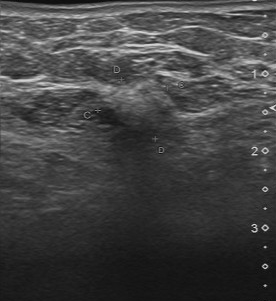
Imaging: breast sonogram. Acquired on Toshiba Aplio 300 @12-14 MHz.
BI-RADS assessment: 4. Biopsy result: invasive ductal carcinoma.
OUTCOME ON BIOPSY OR FOLLOW-UP: malignant.